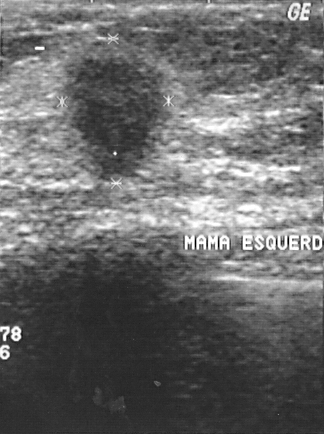
Modality: breast ultrasound.
This breast ultrasound shows a finding with histopathology: invasive ductal carcinoma, BI-RADS: 4.